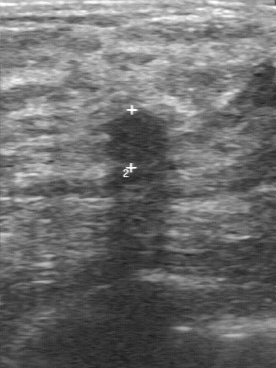
Breast ultrasound.
A breast lesion is seen with BI-RADS: 3, pathology: fibroadenoma, outcome on biopsy or follow-up: benign.